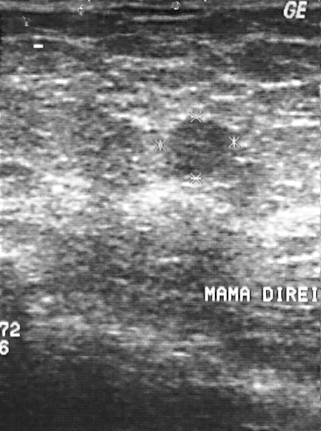
Modality: breast ultrasound.
A breast lesion is seen. It was assessed as BI-RADS 4. Pathology confirmed benign fibroadenoma.